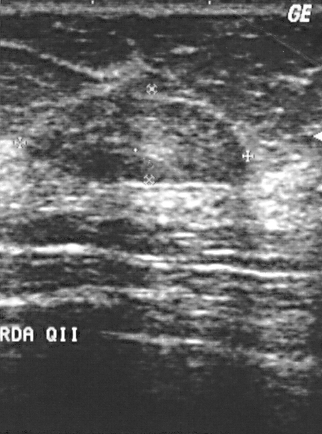
Modality: breast US. Scanner: GE Logiq 5 @10-12MHz.
The finding is assessed as BI-RADS 2.
Biopsy or follow-up result: benign.
Histopathology: fibrocystic changes.